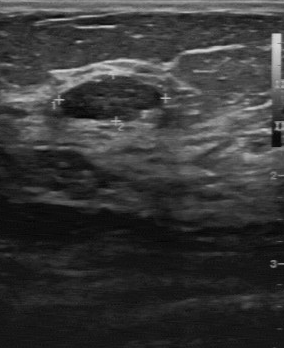
Modality: breast ultrasound. Acquired on GE Logiq 7 @10-14MHz.
BI-RADS 3 in the original read. On a second, independent read, a breast lesion with a regular margin and a clear boundary is seen; it is hypoechoic. Histopathology: fibroadenoma (benign).